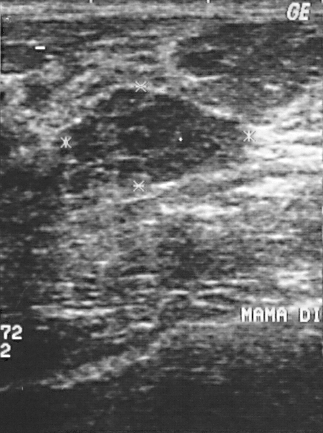
Modality: breast sonogram. Acquired on GE Logiq 5 @10-12MHz.
- outcome on biopsy or follow-up: benign
- BI-RADS category: 2